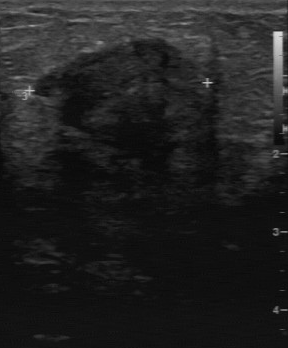
Imaging: B-mode breast ultrasound.
Lesion margin is irregular. The boundary is unclear. Biopsy result: invasive ductal carcinoma. No calcifications are seen. The echogenicity is slightly hypoechoic.